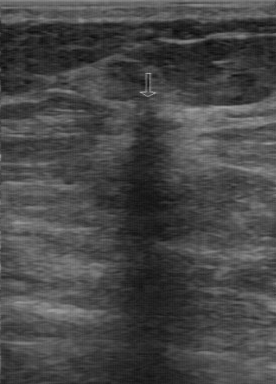
Imaging: breast sonogram.
The original reader assigned BI-RADS 4. A second, independent read describes the lesion as follows. Internally the lesion is hypoechoic. No calcifications are seen. The margin is irregular. Boundary: unclear. Histopathology: invasive ductal carcinoma (malignant).